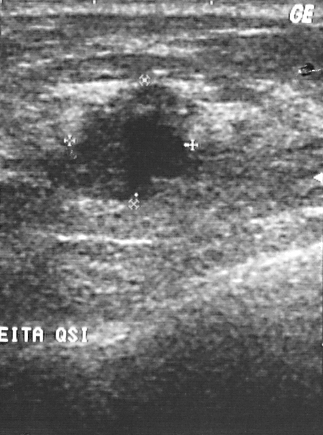
Modality: breast ultrasound image.
Biopsy or follow-up result: malignant. BI-RADS 4.